Modality: breast sonogram.
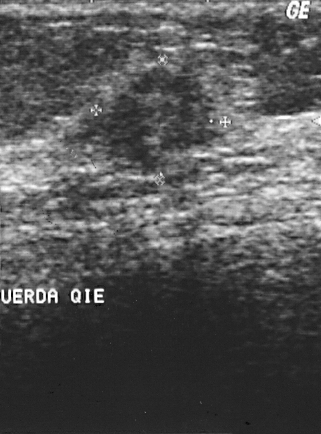
A mass is seen. It was assessed as BI-RADS 4. Pathology confirmed malignant invasive ductal carcinoma.